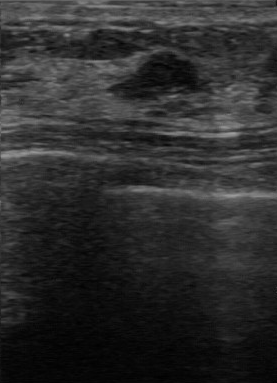
Acquired on GE Logiq 7 @10-14MHz. Modality: breast ultrasound image.
FINDINGS: BI-RADS: 4.
OUTCOME ON BIOPSY OR FOLLOW-UP: benign.